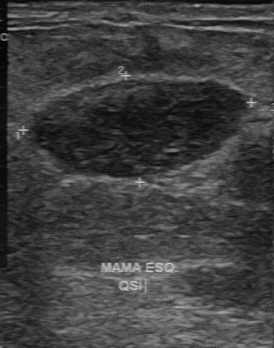
Breast ultrasound scan.
Histopathology: mastitis. Confirmed outcome (biopsy or follow-up): benign. Second-reader BI-RADS: 4A. Echogenicity: heterogeneous.
OUTCOME ON BIOPSY OR FOLLOW-UP: benign.